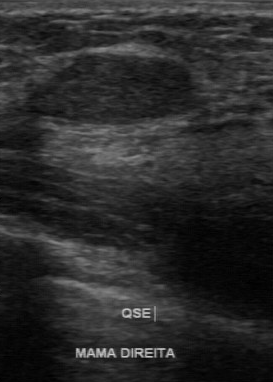
B-mode breast ultrasound.
Pathology is fibroadenoma. Lesion boundary: clear. Independent BI-RADS assessment: 3. The echogenicity is hypoechoic. No calcifications are seen. Original BI-RADS: 2.